Scanner: GE Logiq 7 @10-14MHz. Breast ultrasound image.
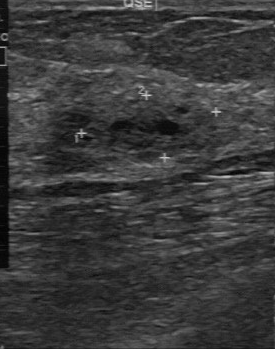
(coordinates in a 275x349 pixel frame) Segment the mass: bounding box top-left (83, 97), bottom-right (216, 163).